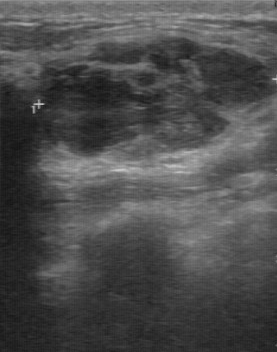
Modality: breast US.
FINDINGS: Confirmed outcome (biopsy or follow-up): benign. Biopsy result: fibroadenoma. BI-RADS: 3.
OUTCOME ON BIOPSY OR FOLLOW-UP: benign.